Breast sonogram.
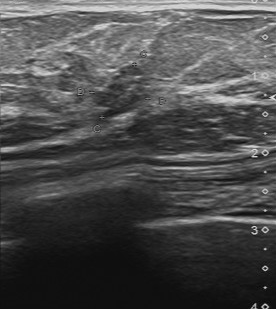
Original-read BI-RADS category: 4. The following findings are from a second reader, independent of the original assessment. No calcifications are seen. Echo pattern: slightly hypoechoic. The breast lesion has a regular margin. Its boundary is fairly clear. Histopathology: adenocarcinoma (malignant).